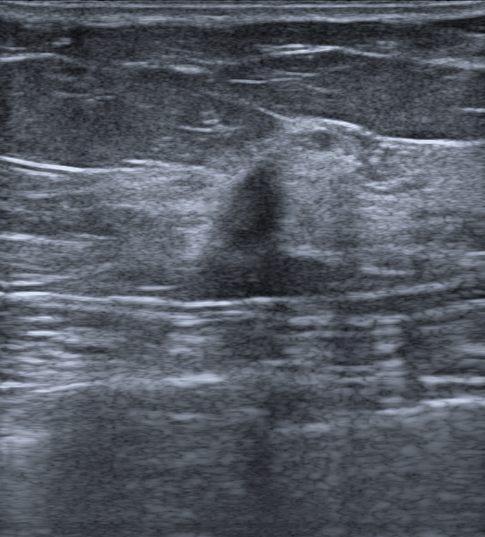
Breast ultrasound. Background echotexture is heterogeneous: predominantly fat. Age 57.
Lesion region of interest: 203 147 294 263. BI-RADS 5.